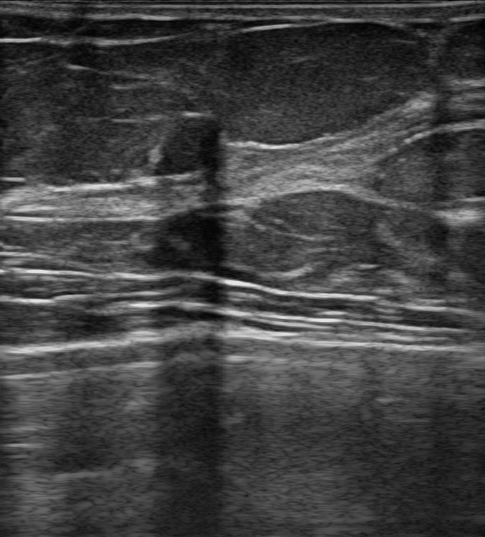
Background echotexture is heterogeneous: predominantly fibroglandular. Breast ultrasound scan.
Outcome on biopsy or follow-up: benign. (BI-RADS category 4A.)